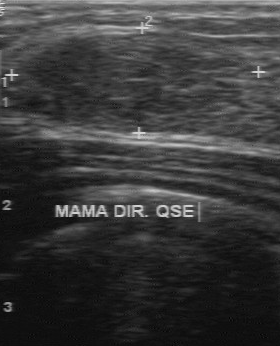
Modality: breast ultrasound.
The finding was assessed as BI-RADS 3 by the original reader. Findings on the second read (an independent reader): a hypoechoic finding, margin regular, boundary clear. There are no calcifications. Biopsy showed fibroadenoma, a benign finding.